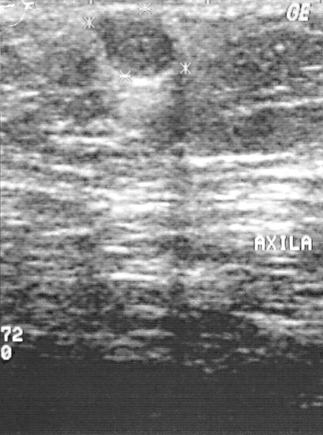
Imaging: breast US.
Outcome on biopsy or follow-up: benign. BI-RADS assessment: 2. Histopathology: sclerosing adenosis.